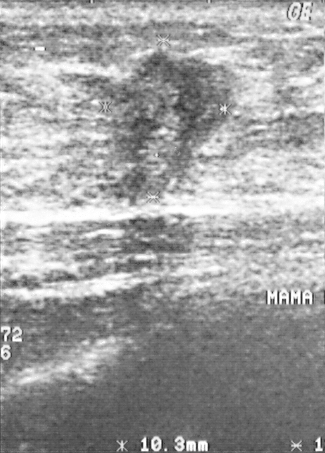
Breast ultrasound image.
BI-RADS is 5. The biopsy result is invasive ductal carcinoma. Confirmed outcome (biopsy or follow-up) is malignant.